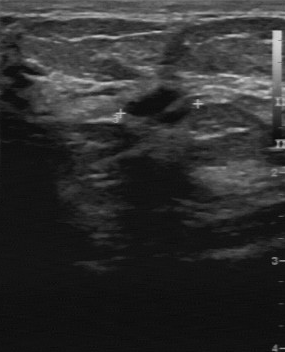
Imaging: breast sonogram.
The mass was assessed as BI-RADS 3 by the original reader. On a second read by an independent reader: Boundary: fairly clear. The mass is hypoechoic. Calcifications: none. The mass has a partially regular margin. Biopsy showed cyst, a benign finding.